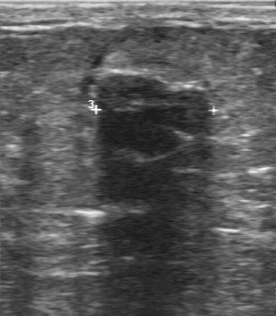
Breast sonogram. Acquired on GE Logiq 7 @10-14MHz.
Coordinates are pixels in the 276x316 image. The finding occupies approximately (94, 76) to (207, 153). The finding is benign on biopsy or follow-up.